Breast ultrasound scan.
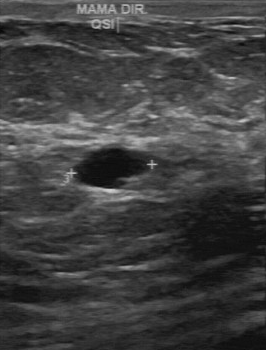
This breast ultrasound scan shows a breast lesion with BI-RADS: 2, pathology: cyst.